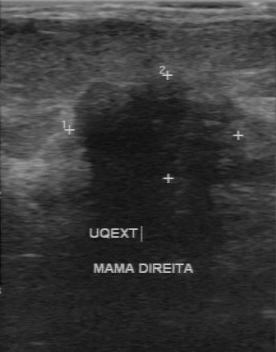
Breast ultrasound.
The original BI-RADS is 4. Echogenicity: hypoechoic. BI-RADS (second read): 4B. There are no calcifications.